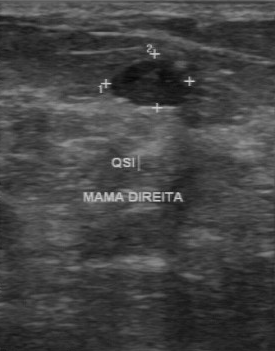
Breast US.
Pixel coordinates (x1, y1, x2, y2): Finding bounding box: 112 61 192 106.